Imaging: breast sonogram.
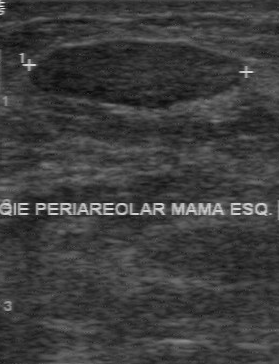
The mass was categorized BI-RADS 2 in the original read. Findings on the second read (an independent reader): a hypoechoic mass, margin regular, boundary clear. There are no calcifications. Histopathology: fibroadenoma (benign).